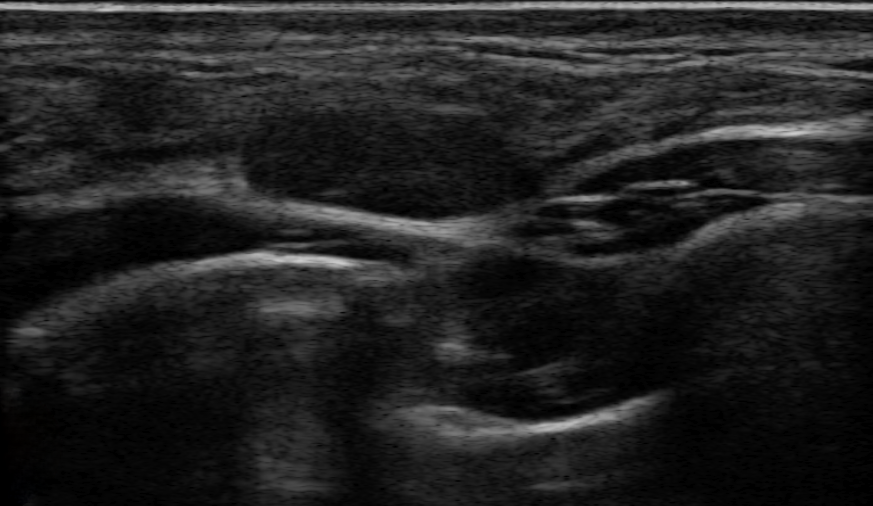
Breast ultrasound. Background tissue composition: homogeneous: fibroglandular. 21-year-old patient.
An oval, hypoechoic mass with a circumscribed margin is seen. There are no posterior acoustic features. There is no echogenic halo. The mass is categorized as BI-RADS 3; on biopsy or follow-up it was benign. Histopathology: Fibroadenoma.